Breast ultrasound.
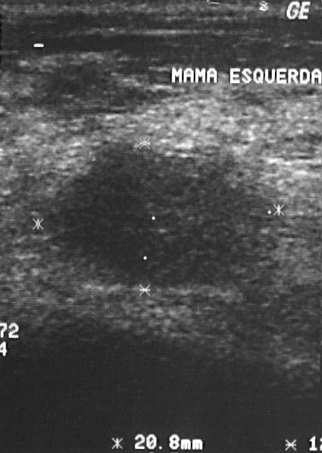
The BI-RADS category is 4. Confirmed outcome (biopsy or follow-up): malignant.